Breast US.
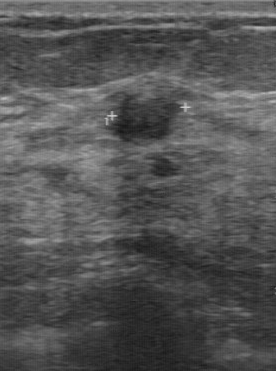
(coordinates in a 276x371 pixel frame) The mass is located within the bounding box (108, 92) to (182, 142). The mass is benign on biopsy or follow-up.